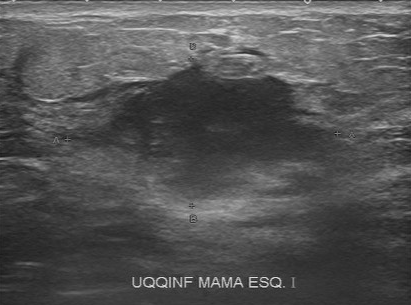
Imaging: breast US.
Biopsy or follow-up result: malignant.